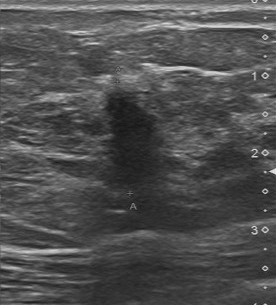
Breast sonogram.
The original reader assigned BI-RADS 4. A second reader, independent of the original assessment, describes a hypoechoic mass with an irregular margin; the boundary is unclear. No calcifications are seen. The biopsy result was invasive ductal carcinoma; the mass is malignant.